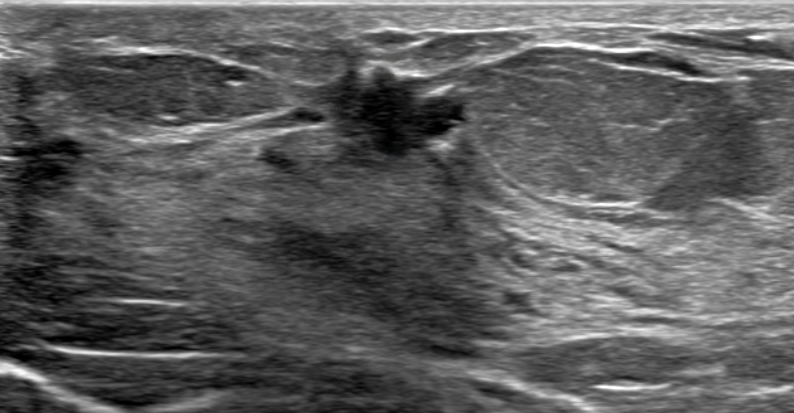
Modality: B-mode breast ultrasound.
Findings: an irregular lesion of hypoechoic echotexture with non-circumscribed (angular and indistinct) margins. There is a combined posterior acoustic pattern. The lesion is categorized as BI-RADS 5; on biopsy or follow-up it was malignant. Histopathology: Invasive carcinoma of no special type (NST).